Breast ultrasound.
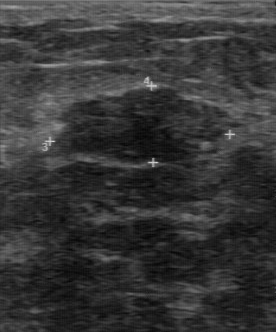
The original reader assigned BI-RADS 4.
On a second read by an independent reader:
The margin is partially regular.
The finding is hypoechoic.
Boundary: fairly clear.
Calcifications: none.
Biopsy showed fibroadenoma, a benign finding.